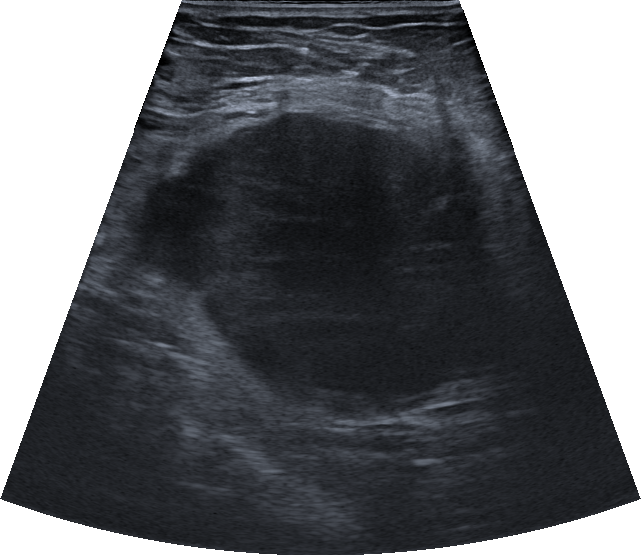
Imaging: breast ultrasound scan. 76-year-old patient.
(coordinates in a 641x555 pixel frame) The lesion occupies approximately 124 110 533 419. BI-RADS 4C.